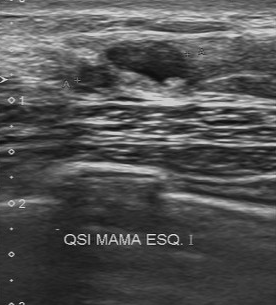
Scanner: Toshiba Aplio 300 @12-14 MHz. Breast ultrasound scan.
The mass demonstrates hypoechoic echo pattern, clear boundary, regular margin, calcifications: none, BI-RADS (second read): 3.